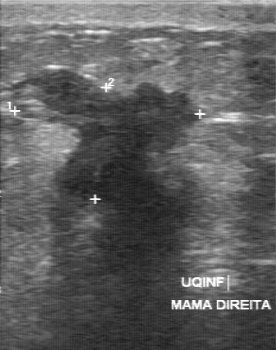
Modality: breast ultrasound. Acquired on GE Logiq 7 @10-14MHz.
Coordinates are pixels in the 276x350 image. The lesion occupies approximately [14, 69, 202, 240].